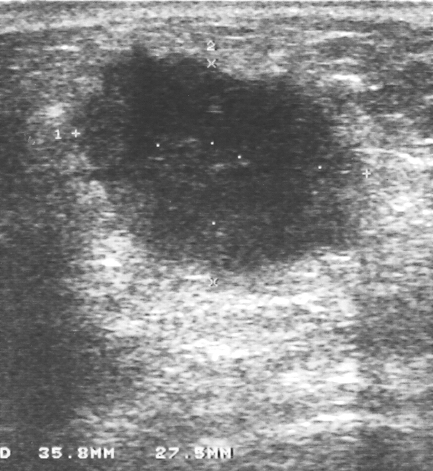
Imaging: B-mode breast ultrasound.
Pixel coordinates (x1, y1, x2, y2): Breast lesion bounding box: [77, 44, 395, 293]. The breast lesion is malignant on biopsy or follow-up.